Background echotexture is heterogeneous: predominantly fibroglandular. Imaging: breast ultrasound image.
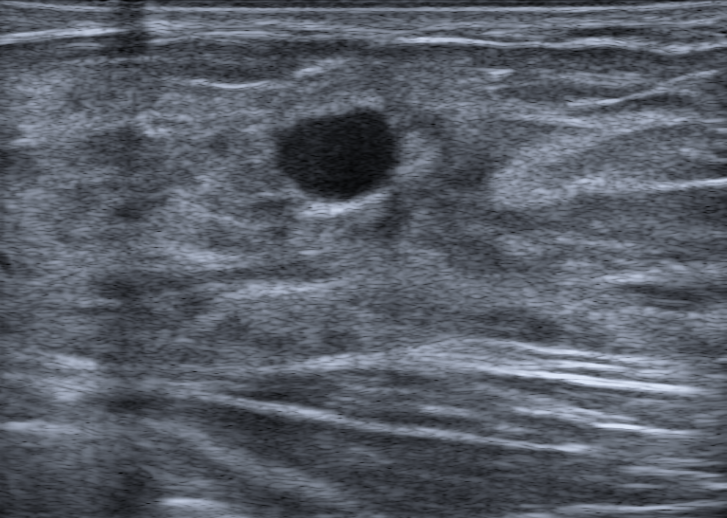
Outcome on biopsy or follow-up: benign. BI-RADS 2.